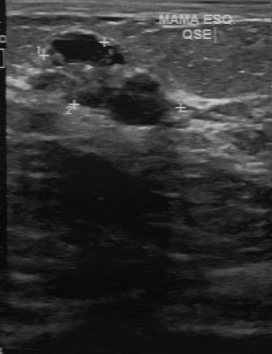
Imaging: breast ultrasound.
The echo pattern is mixed cystic and solid. The margin is irregular. Calcifications: suspected. Lesion boundary is unclear.